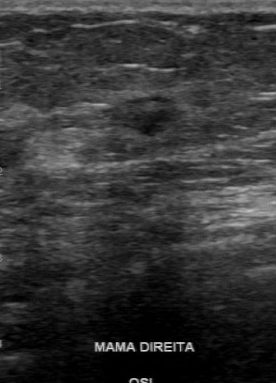
Modality: breast ultrasound.
The original reader assigned BI-RADS 4. On a second, independent read, a lesion with a regular margin and a clear boundary is seen; it is hypoechoic. Biopsy showed invasive ductal carcinoma, a malignant finding.